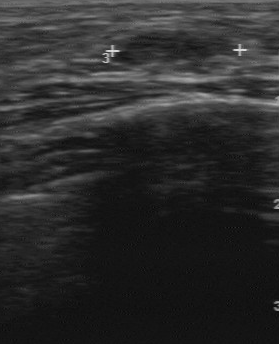
Imaging: B-mode breast ultrasound.
Lesion: benign on biopsy or follow-up. (BI-RADS category 2.)